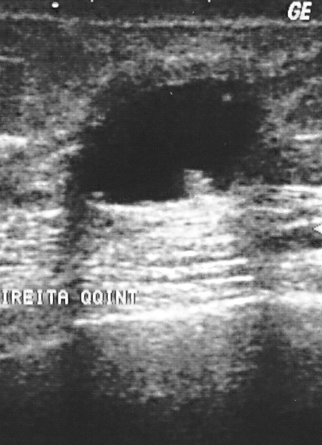
Imaging: breast sonogram.
Lesion region of interest: (69,78)-(269,204). The mass is benign on biopsy or follow-up.